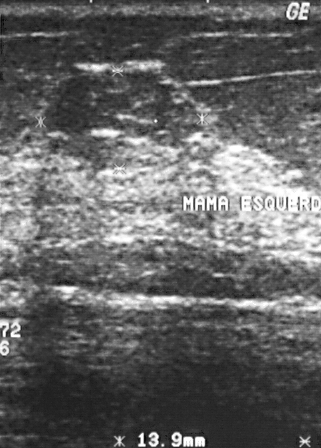
Modality: breast ultrasound.
A breast lesion is present on this breast ultrasound. It was assessed as BI-RADS 3. Pathology confirmed benign lipoma.